Imaging: B-mode breast ultrasound. Acquired on GE Logiq 7 @10-14MHz.
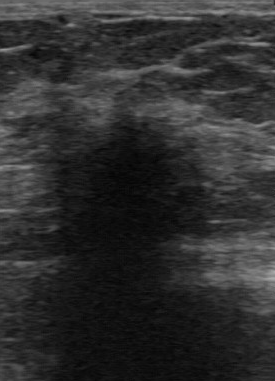
Mass bounding box: [72, 114, 196, 245]. BI-RADS 5.